Breast ultrasound image.
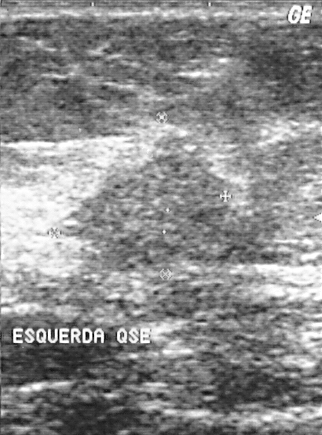
Coordinates are pixels in the 322x435 image. Segment the mass: bounding box 59 129 239 273.